Breast ultrasound.
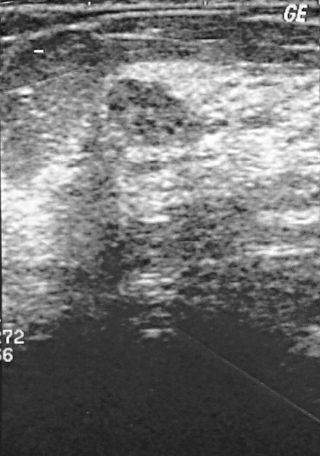
A lesion is seen. BI-RADS category 3. Biopsy showed intraductal papilloma, a benign finding.